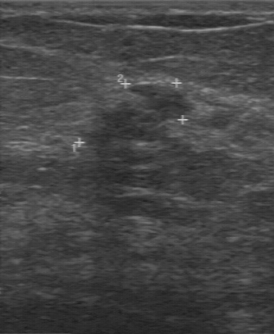
B-mode breast ultrasound.
Coordinates are pixels in the 274x334 image. Lesion region of interest: (82, 82) to (196, 147). BI-RADS 4.